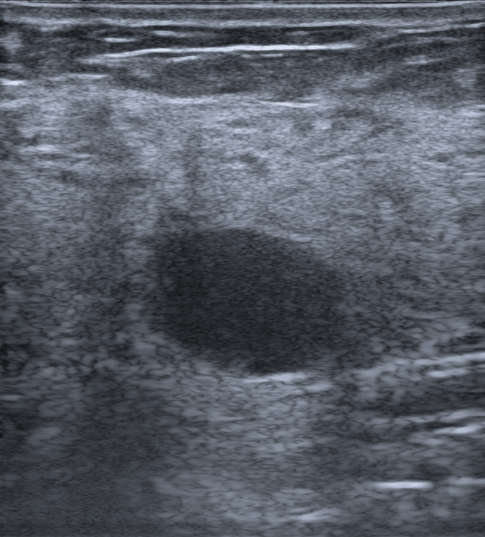
Breast ultrasound scan.
There is an oval lesion that is anechoic, with a circumscribed margin. Posterior enhancement is present. BI-RADS 2; outcome on biopsy or follow-up: benign. Radiologist's impression: Complex cyst / Non-simple cyst; Cyst filled with thick fluid. Verification: follow-up care.